Modality: breast ultrasound.
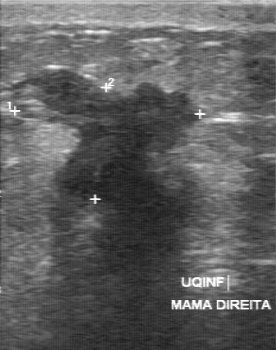
- BI-RADS (first reader): 5
- second-reader BI-RADS: 4C
- margin: irregular